Imaging: breast US.
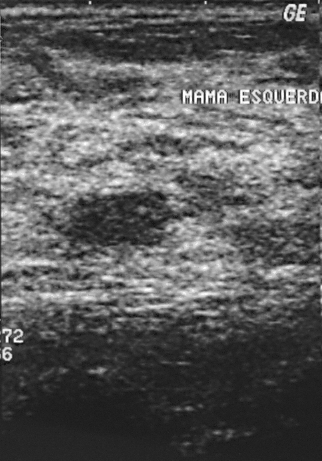
Outcome on biopsy or follow-up: benign. Biopsy showed fibroadenoma, a benign finding. The lesion is assessed as BI-RADS 3.